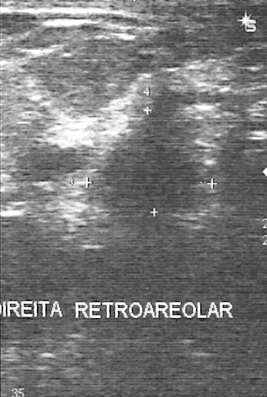
Imaging: breast ultrasound scan.
This breast ultrasound scan shows a lesion. It was assessed as BI-RADS 5. Histopathology: invasive ductal carcinoma (malignant).